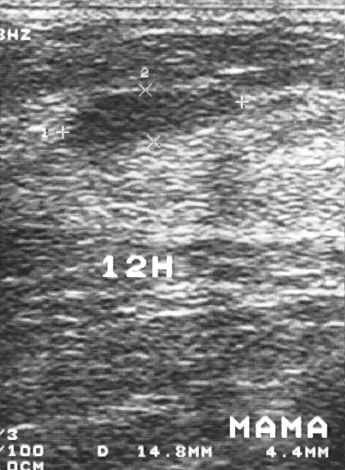
Modality: B-mode breast ultrasound.
A finding is present on this B-mode breast ultrasound. Assessment: BI-RADS 3. Histopathology: fibroadenoma (benign).